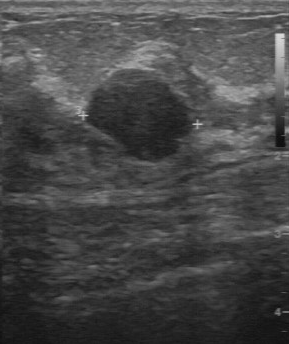
Breast US.
Breast lesion: benign on biopsy or follow-up.